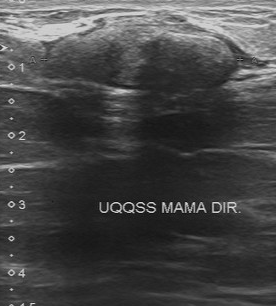
Imaging: breast ultrasound scan.
The finding demonstrates biopsy result: cyst, calcifications: none, slightly hypoechoic internal echoes, clear lesion boundary, regular lesion margin.